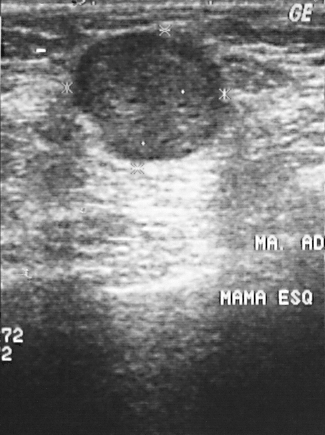
Scanner: GE Logiq 5 @10-12MHz. Breast sonogram.
A breast lesion is present on this breast sonogram. It was assessed as BI-RADS 2. The biopsy result was invasive ductal carcinoma; the breast lesion is malignant.